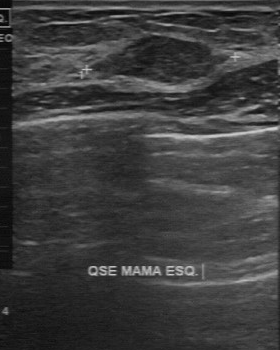
Breast ultrasound scan.
Lesion characteristics:
- pathology: fibroadenoma
- outcome on biopsy or follow-up: benign
- BI-RADS: 3